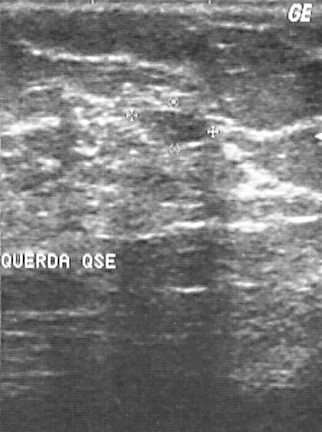
Modality: breast ultrasound image.
A lesion is present on this breast ultrasound image. Assessment: BI-RADS 2. The biopsy result was fibroadenoma; the lesion is benign.